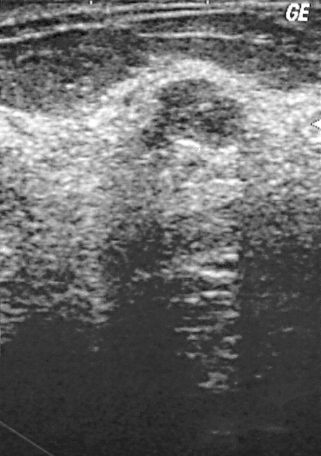
Imaging: breast US. Scanner: GE Logiq 5 @10-12MHz.
A breast lesion is seen. Assessment: BI-RADS 3. Histopathology: intraductal papilloma (benign).